Modality: breast US.
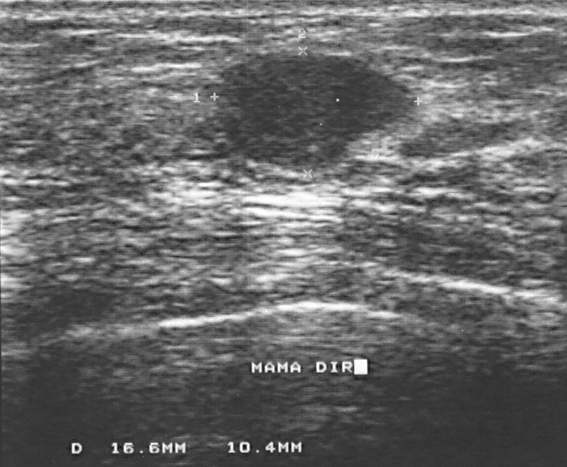
Mass bounding box: (214,54)-(418,170). The mass is benign on biopsy or follow-up.